Imaging: breast ultrasound.
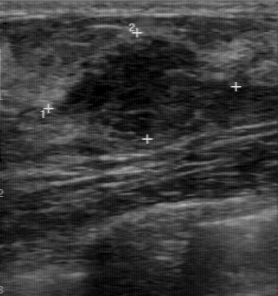
Original-read BI-RADS category: 4. The following findings are from a second reader, independent of the original assessment. Boundary: fairly clear. Echo pattern: hypoechoic. The margin is regular. There are no calcifications. Histopathology: fibroadenoma (benign).